Breast ultrasound.
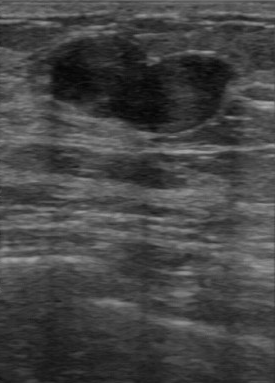
Breast ultrasound findings:
- BI-RADS on independent re-read: 3
- echo pattern: hypoechoic
- calcifications: absent